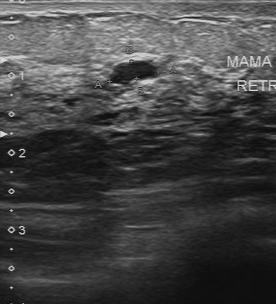
Imaging: breast ultrasound image.
Finding: breast lesion, benign on biopsy or follow-up. BI-RADS 2.